Imaging: breast US.
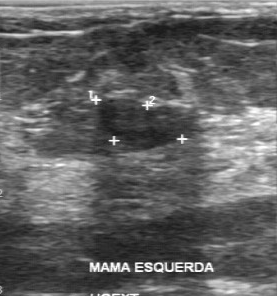
Pixel coordinates (x1, y1, x2, y2): The finding is located within the bounding box (99,99)-(192,148). The finding is benign on biopsy or follow-up.